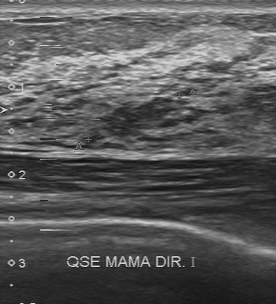
Imaging: breast ultrasound scan.
The outcome on biopsy or follow-up is benign. The BI-RADS category is 4.